Background tissue composition: homogeneous: fat. Breast sonogram.
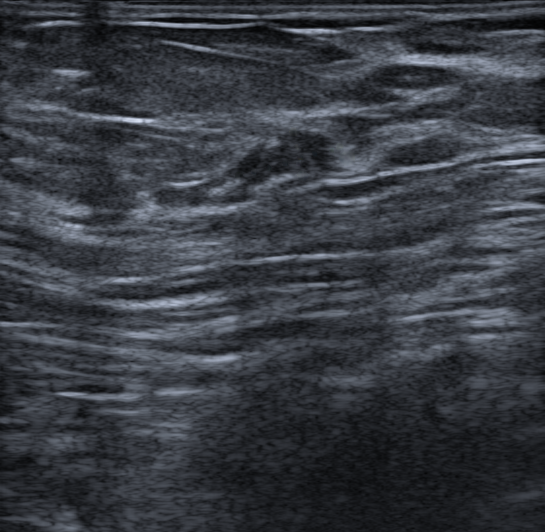
Lesion characteristics:
- echogenicity: hypoechoic
- verification: confirmed by follow-up care
- posterior features: none
- lesion shape: oval
- radiologic interpretation: Cyst filled with thick fluid; Intramammary lymph node
- BI-RADS assessment: 2
- borders: circumscribed
- echogenic halo: absent
- calcifications: none